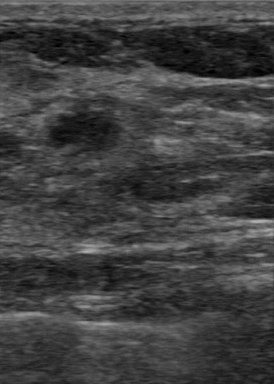
Imaging: breast ultrasound image.
This breast ultrasound image shows a mass, benign on biopsy or follow-up. BI-RADS 4.